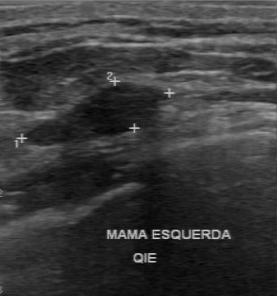
Imaging: breast ultrasound. Acquired on GE Logiq 7 @10-14MHz.
Breast ultrasound findings:
- confirmed outcome (biopsy or follow-up): benign
- independent BI-RADS assessment: 3
- original BI-RADS: 2